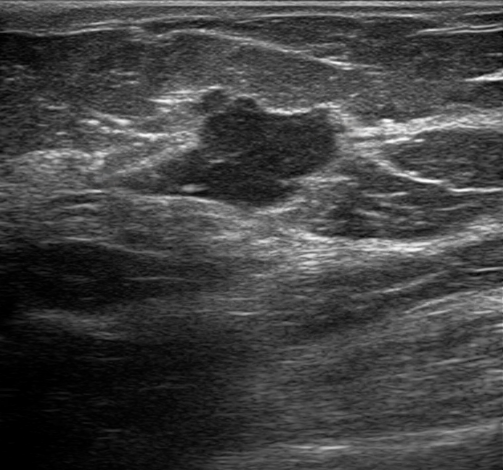
Modality: breast US.
An irregular, hypoechoic lesion with angular, microlobulated and indistinct margins is seen. There is posterior enhancement. Calcifications are present but indefinable. Echogenic halo: absent. BI-RADS assessment: 4B; biopsy or follow-up result: malignant. Histopathology: Ductal carcinoma in situ (DCIS).